Acquired on GE Logiq 7 @10-14MHz. Imaging: B-mode breast ultrasound.
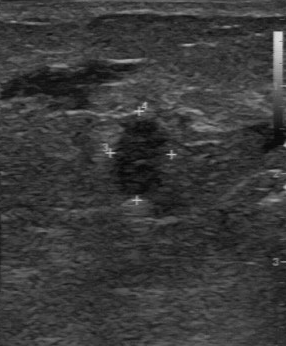
The breast lesion was categorized BI-RADS 4 in the original read. On a second, independent read, a breast lesion with a regular margin and a fairly clear boundary is seen; it is slightly hypoechoic. There are no calcifications. Pathology confirmed malignant invasive ductal carcinoma.